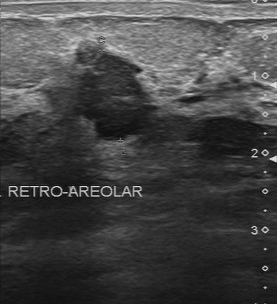
Modality: breast ultrasound scan.
Biopsy or follow-up result: malignant. (BI-RADS category 4.)